Imaging: breast ultrasound.
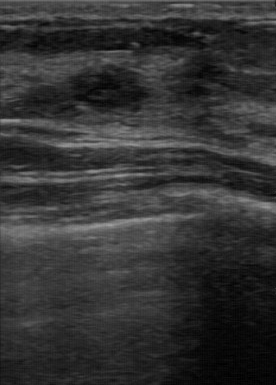
Confirmed outcome (biopsy or follow-up): benign. BI-RADS category: 4.